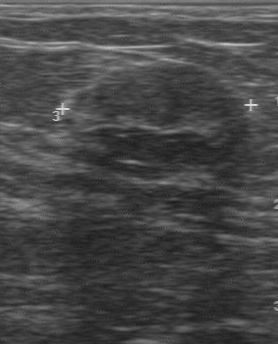
Imaging: breast ultrasound image.
Echo pattern: hypoechoic. Contour is regular. Boundary: clear. The biopsy or follow-up result is benign. No calcifications are seen.